Breast ultrasound scan.
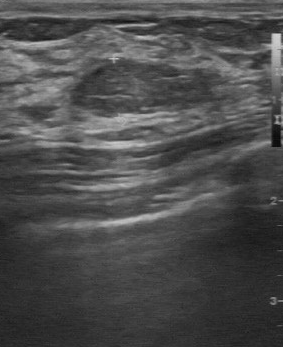
Coordinates are pixels in the 283x347 image. Segment the breast lesion: bounding box top-left (75, 60), bottom-right (212, 118). The breast lesion is benign on biopsy or follow-up.